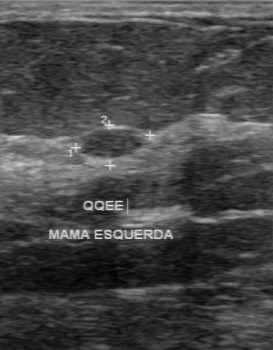
Imaging: breast sonogram.
Biopsy or follow-up result: benign.